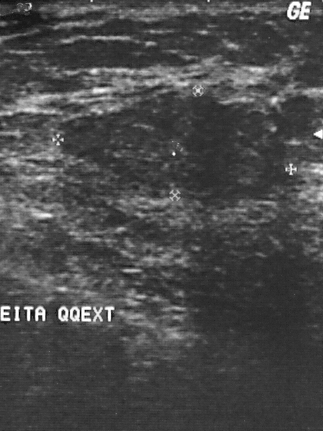
Breast sonogram.
The biopsy result was fibrocystic changes; the lesion is benign.
Assigned BI-RADS 2.
Outcome on biopsy or follow-up: benign.